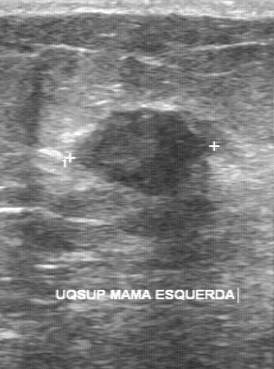
Modality: breast ultrasound image.
- margin: partially regular
- calcifications: absent
- lesion boundary: fairly clear
- internal echoes: slightly hypoechoic